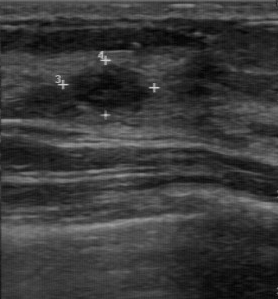
Imaging: B-mode breast ultrasound.
Pixel coordinates (x1, y1, x2, y2): The finding is located within the bounding box [64, 66, 155, 114]. The finding is benign on biopsy or follow-up.